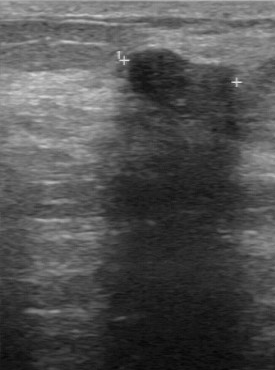
Acquired on GE Logiq 7 @10-14MHz. Modality: breast sonogram.
(coordinates in a 275x370 pixel frame) Segment the breast lesion: bounding box top-left (130, 46), bottom-right (233, 112). The breast lesion is benign on biopsy or follow-up.